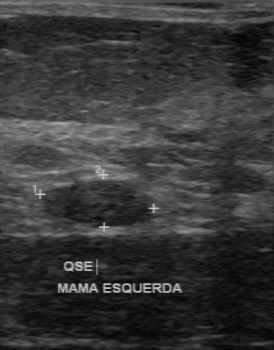
Imaging: breast US.
FINDINGS: Breast US. Lesion margin: regular. Calcifications: none. Biopsy or follow-up result: benign. Internal echoes: slightly hypoechoic. Lesion boundary: clear.
OUTCOME ON BIOPSY OR FOLLOW-UP: benign.